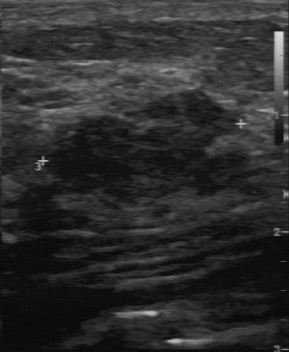
Imaging: B-mode breast ultrasound.
Outcome on biopsy or follow-up: benign.